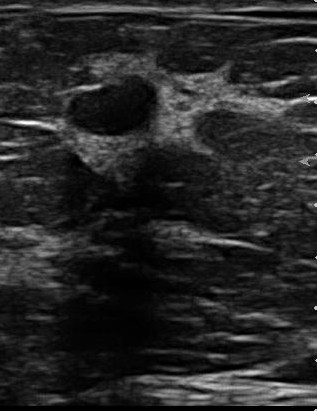
Modality: breast ultrasound image.
The lesion demonstrates outcome on biopsy or follow-up: benign, partially regular contour, hypoechoic echo pattern, calcifications: none, clear boundary.